Acquired on GE Logiq 7 @10-14MHz. Breast ultrasound.
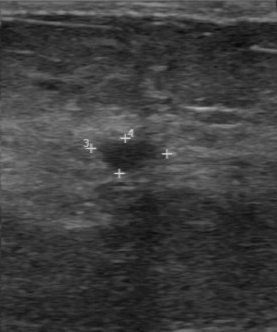
BI-RADS 3 in the original read.
On a second read by an independent reader:
The breast lesion has a regular margin.
The lesion boundary is clear.
No calcifications are seen.
Internally the breast lesion is hypoechoic.
Biopsy showed fibroadenoma, a benign finding.